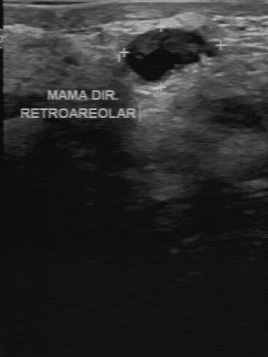
Modality: breast US.
The mass was assessed as BI-RADS 2 by the original reader. A second, independent read describes the mass as follows. Margin: partially regular. Its boundary is fairly clear. Internally the mass is hypoechoic. There are no calcifications. Histopathology: cyst (benign).